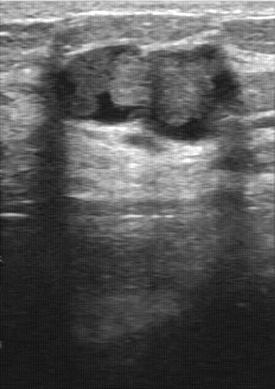
Breast US. Scanner: GE Logiq 7 @10-14MHz.
Original-read BI-RADS category: 4. On a second read by an independent reader: Margin: partially regular. No calcifications are seen. The lesion boundary is somewhat unclear. The finding has a mixed cystic and solid echo pattern. Biopsy showed intraductal papilloma, a benign finding.